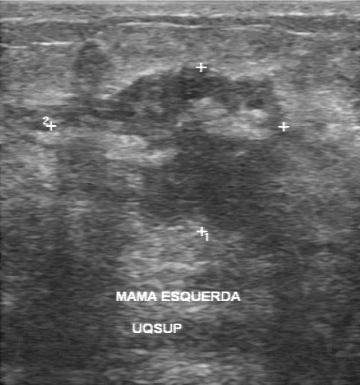
B-mode breast ultrasound.
The breast lesion was assessed as BI-RADS 5 by the original reader. On a second, independent read, a breast lesion with an irregular margin and an unclear boundary is seen; it is heterogeneous. There are multiple calcifications. The biopsy result was invasive ductal carcinoma; the breast lesion is malignant.